Imaging: breast ultrasound.
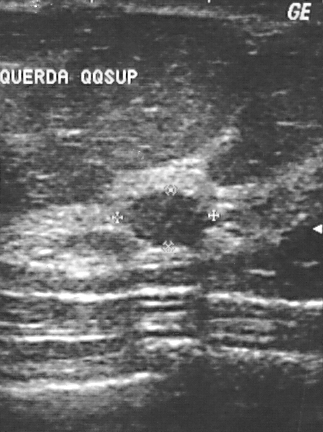
The lesion is benign on biopsy or follow-up. (BI-RADS category 2.)